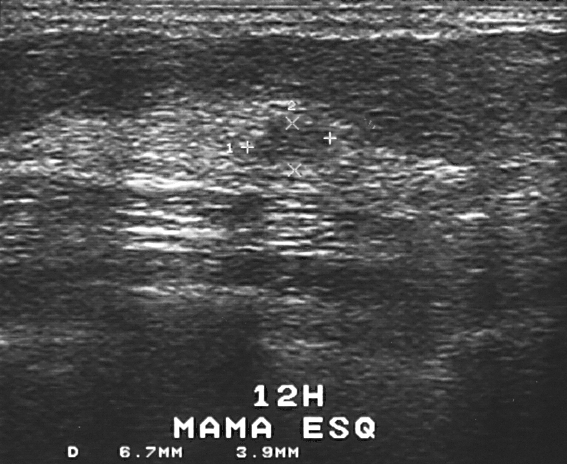
Modality: breast ultrasound. Scanner: GE Logiq 5 @10-12MHz.
The mass occupies approximately x1=254, y1=117, x2=337, y2=165. BI-RADS 3.